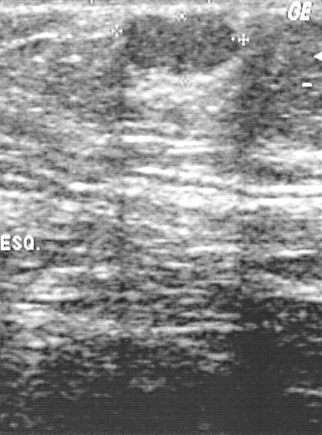
Modality: breast ultrasound image.
This breast ultrasound image shows a mass. Assessment: BI-RADS 2. Biopsy showed sclerosing adenosis, a benign finding.